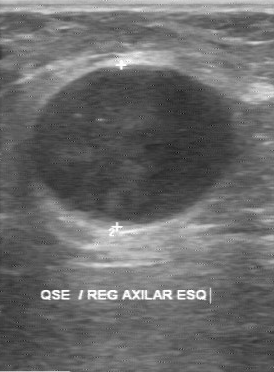
Modality: breast ultrasound scan.
Coordinates are pixels in the 274x372 image. Segment the mass: bounding box 29 66 242 228. The mass is malignant on biopsy or follow-up. BI-RADS 4.